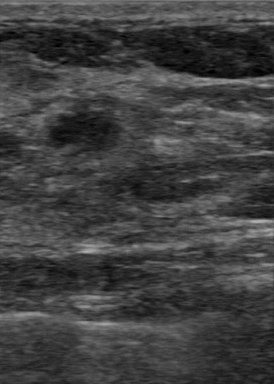
Scanner: GE Logiq 7 @10-14MHz. Imaging: breast sonogram.
Original-read BI-RADS category: 4. Findings on the second read (an independent reader): a hypoechoic breast lesion, margin regular, boundary clear. Biopsy showed phyllodes tumor, a benign finding.